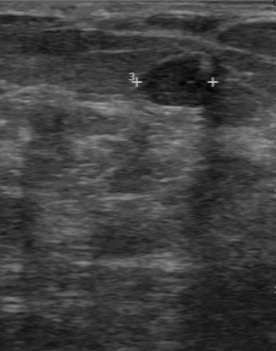
Scanner: GE Logiq 7 @10-14MHz. Modality: breast ultrasound.
A lesion is seen with partially regular lesion margin, fairly clear boundary, calcifications: none, hypoechoic internal echoes, outcome on biopsy or follow-up: benign.